Modality: breast sonogram.
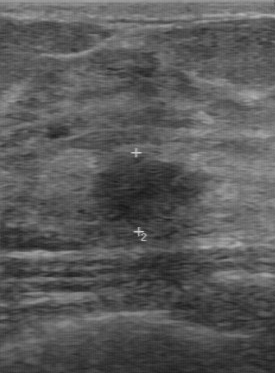
This breast sonogram shows a breast lesion with regular lesion margin, BI-RADS (first reader): 4, hypoechoic internal echoes, independent BI-RADS assessment: 3.